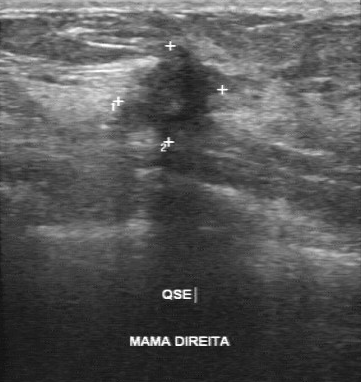
Acquired on GE Logiq 7 @10-14MHz. Breast sonogram.
Breast sonogram findings:
- BI-RADS assessment: 5
- outcome on biopsy or follow-up: malignant
- biopsy result: invasive ductal carcinoma